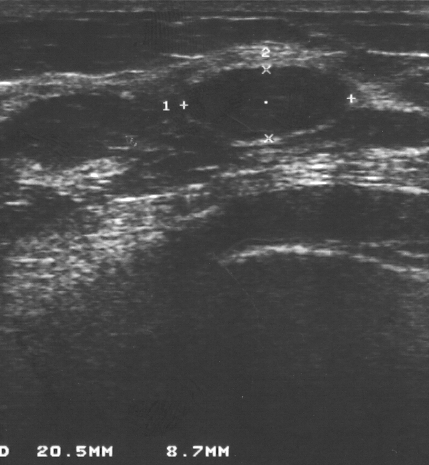
Breast ultrasound.
The biopsy result was fibroadenoma. Biopsy or follow-up result: benign. BI-RADS category 2.